Breast ultrasound image.
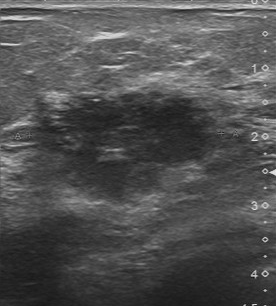
(coordinates in a 276x306 pixel frame) Mass bounding box: (35, 87) to (222, 206). The mass is malignant on biopsy or follow-up.